Imaging: breast ultrasound image.
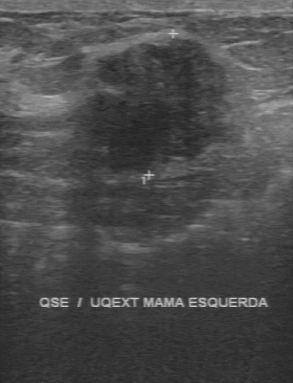
BI-RADS category: 4. The outcome on biopsy or follow-up is benign.